Modality: breast US.
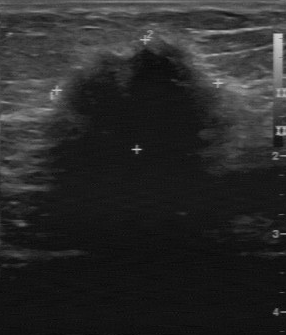
Original-read BI-RADS category: 4. A second reader, independent of the original assessment, describes a hypoechoic finding with an irregular margin; the boundary is unclear. No calcifications are seen. Biopsy showed invasive lobular carcinoma, a malignant finding.